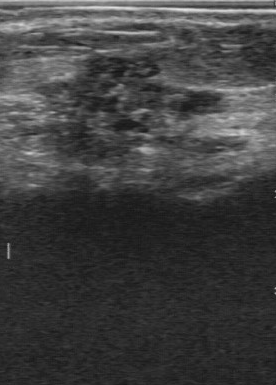
Modality: breast sonogram.
The pathology is ductal carcinoma in situ. BI-RADS category: 5.